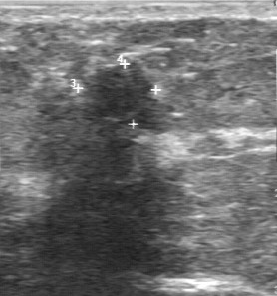
Modality: B-mode breast ultrasound.
Original-read BI-RADS category: 2. A second, independent read describes the mass as follows. Internally the mass is slightly hypoechoic. Margin: partially regular. Calcifications: none. The lesion boundary is somewhat unclear. Biopsy showed fibroadenoma, a benign finding.